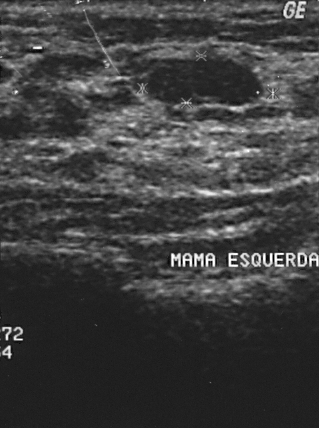
Modality: B-mode breast ultrasound.
This B-mode breast ultrasound shows a breast lesion. BI-RADS category 2. The biopsy result was fibroadenoma; the breast lesion is benign.